B-mode breast ultrasound.
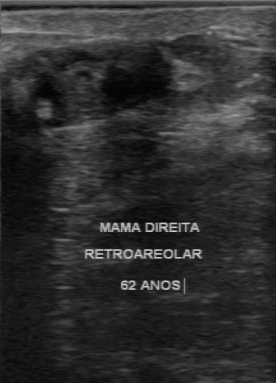
BI-RADS 4 in the original read; on a second read the margin is partially regular, the boundary fairly clear and the finding heterogeneous. The biopsy result was invasive ductal carcinoma; the finding is malignant.